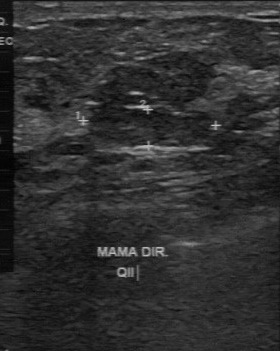
Imaging: breast ultrasound.
The original reader assigned BI-RADS 3. On a second, independent read, a lesion with a partially regular margin and a somewhat unclear boundary is seen; it is slightly hypoechoic. No calcifications are seen. Biopsy showed cyst, a benign finding.